Modality: B-mode breast ultrasound.
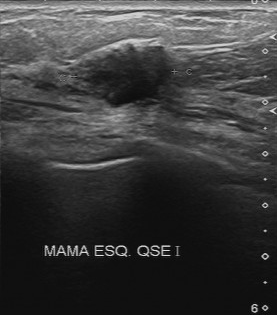
BI-RADS 4 in the original read. A second reader, independent of the original assessment, describes a hypoechoic lesion with an irregular margin; the boundary is unclear. No calcifications are seen. Pathology confirmed malignant invasive ductal carcinoma.